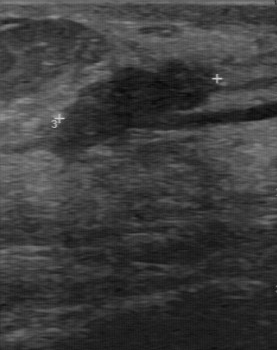
Modality: breast ultrasound scan.
Breast lesion: benign on biopsy or follow-up.